Imaging: B-mode breast ultrasound.
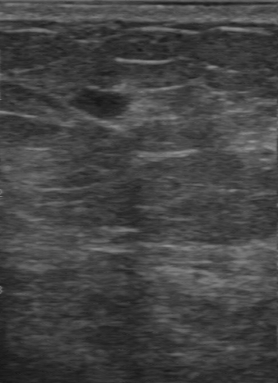
Pathology: invasive ductal carcinoma. Lesion margin: regular. Echo pattern: hypoechoic. Lesion boundary: clear. Calcifications: absent.